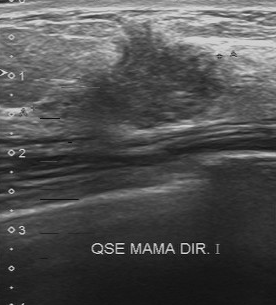
Scanner: Toshiba Aplio 300 @12-14 MHz. Modality: breast ultrasound scan.
Lesion boundary: unclear. Internal echoes are slightly hypoechoic. There are no calcifications. Margin: irregular.